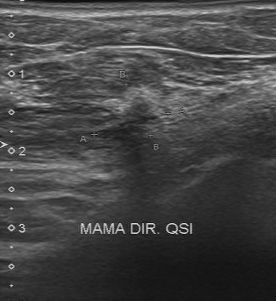
Imaging: breast sonogram.
Pathology: invasive ductal carcinoma. Outcome on biopsy or follow-up: malignant. BI-RADS assessment: 4.
OUTCOME ON BIOPSY OR FOLLOW-UP: malignant.